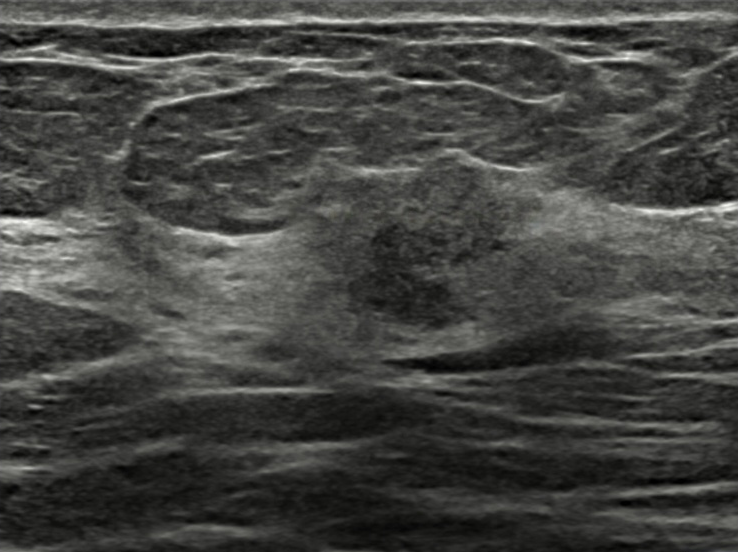
Background tissue composition: heterogeneous: predominantly fat. Modality: breast ultrasound.
Findings: an irregular finding of heterogeneous echotexture with margins that are not circumscribed (indistinct). There are no posterior features. There are no calcifications. There is no skin thickening. BI-RADS 5; malignant on biopsy or follow-up. Radiologic interpretation: Suspicion of malignancy. Biopsy result: Invasive carcinoma of no special type (NST).